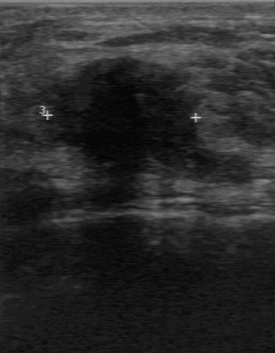
Breast ultrasound.
FINDINGS: Second-reader BI-RADS: 4C.
OUTCOME ON BIOPSY OR FOLLOW-UP: malignant.